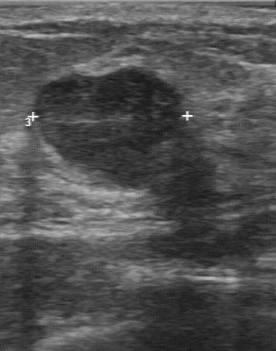
Modality: B-mode breast ultrasound.
Outcome on biopsy or follow-up: benign.